Breast ultrasound scan. Scanner: GE Logiq 7 @10-14MHz.
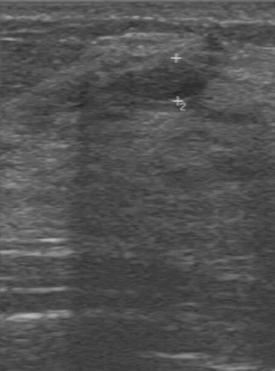
(coordinates in a 275x371 pixel frame) The breast lesion is located within the bounding box 122 61 204 100.